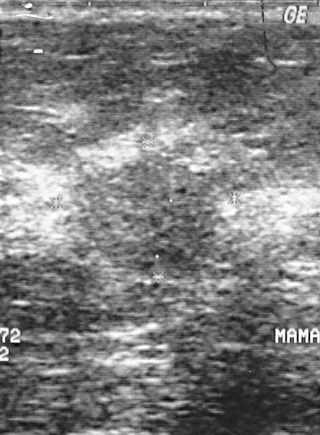
Scanner: GE Logiq 5 @10-12MHz. Breast sonogram.
This lesion proved benign on biopsy or follow-up. Biopsy showed intraductal papilloma. BI-RADS assessment: 4.